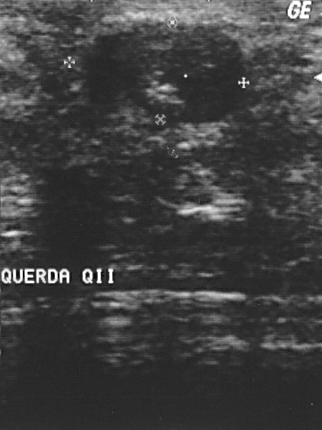
Imaging: breast sonogram.
BI-RADS assessment is 2.